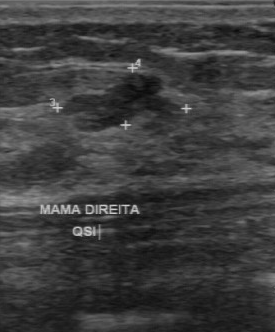
Modality: breast ultrasound. Scanner: GE Logiq 7 @10-14MHz.
The finding was categorized BI-RADS 3 in the original read. Descriptors from an independent second read (not the reader who assigned the category): Margin: regular. The lesion boundary is somewhat unclear. The finding is hypoechoic. No calcifications are seen. Histopathology: fibroadenoma (benign).